Breast sonogram.
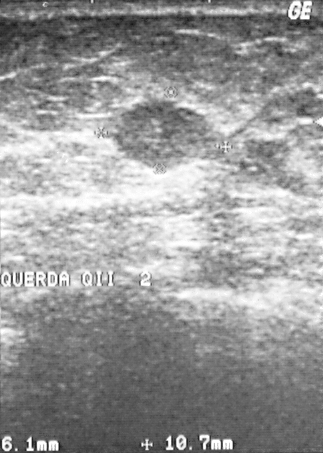
A lesion is present on this breast sonogram. Assessment: BI-RADS 3. Histopathology: papillary carcinoma (malignant).